B-mode breast ultrasound.
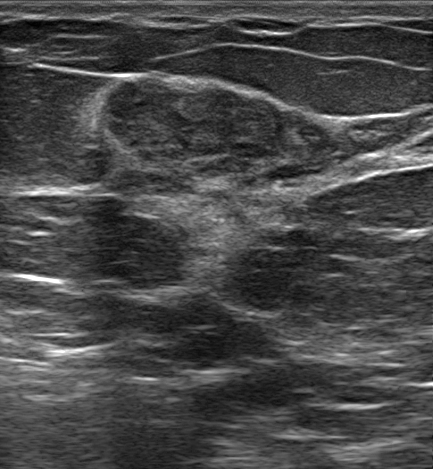
(coordinates in a 433x469 pixel frame) Lesion region of interest: top-left (100, 80), bottom-right (340, 188).